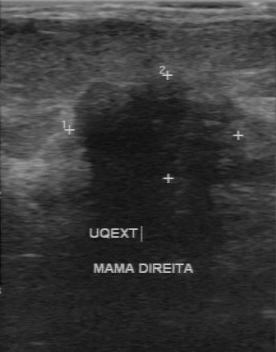
Imaging: B-mode breast ultrasound.
FINDINGS: B-mode breast ultrasound. Internal echoes: hypoechoic. Margin: irregular. Lesion boundary: unclear. Calcifications: absent.